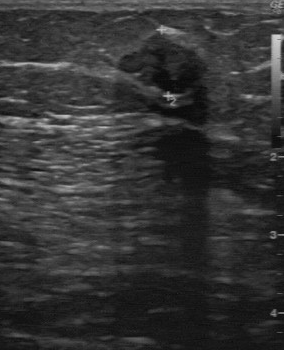
Imaging: breast ultrasound image.
Pixel coordinates (x1, y1, x2, y2): The breast lesion occupies approximately (119, 34) to (204, 93). BI-RADS 2.